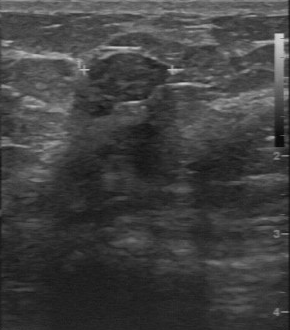
Imaging: breast ultrasound image.
- BI-RADS: 3
- confirmed outcome (biopsy or follow-up): benign